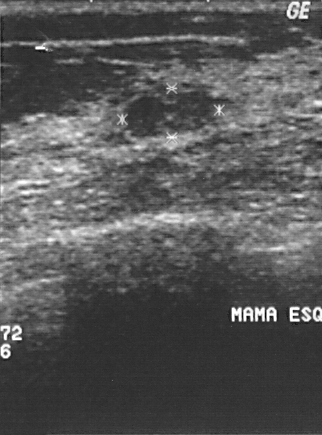
Modality: breast sonogram.
The breast lesion is benign on biopsy or follow-up. Assigned BI-RADS 2. The biopsy result was fibroadenoma.